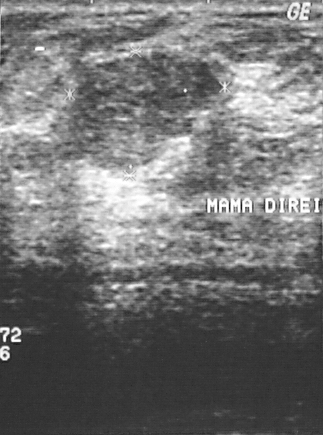
Modality: breast ultrasound.
The biopsy result was fibroadenoma. Outcome on biopsy or follow-up: benign. Assigned BI-RADS 3.